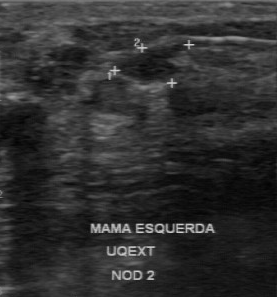
Breast ultrasound. Acquired on GE Logiq 7 @10-14MHz.
Original-read BI-RADS category: 4. On a second read by an independent reader: The lesion has a partially regular margin. The lesion boundary is clear. Internally the lesion is hypoechoic. No calcifications are seen. The biopsy result was fibrocystic changes; the lesion is benign.